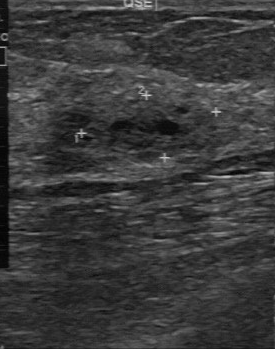
Breast ultrasound scan.
FINDINGS: Breast ultrasound scan. Echo pattern: heterogeneous. Outcome on biopsy or follow-up: benign. Boundary: unclear. Calcifications: absent. Contour: irregular.
OUTCOME ON BIOPSY OR FOLLOW-UP: benign.